Modality: breast US.
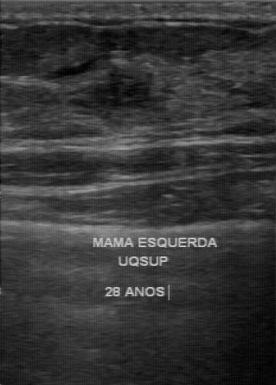
The mass was categorized BI-RADS 4 in the original read. On a second read by an independent reader: Internally the mass is heterogeneous. The lesion boundary is somewhat unclear. Calcifications: none. The margin is partially regular. The biopsy result was fibroadenoma; the mass is benign.